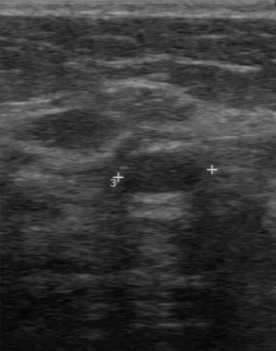
B-mode breast ultrasound.
The original reader assigned BI-RADS 3. On a second, independent read, a breast lesion with a regular margin and a clear boundary is seen; it is hypoechoic. There are no calcifications. Pathology confirmed benign fibroadenoma.